Patient age: 66. Imaging: breast US.
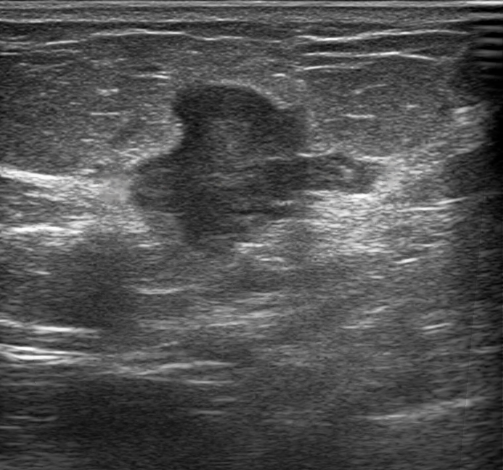
Coordinates are pixels in the 503x470 image. The finding occupies approximately 130 79 391 263. BI-RADS 4C.